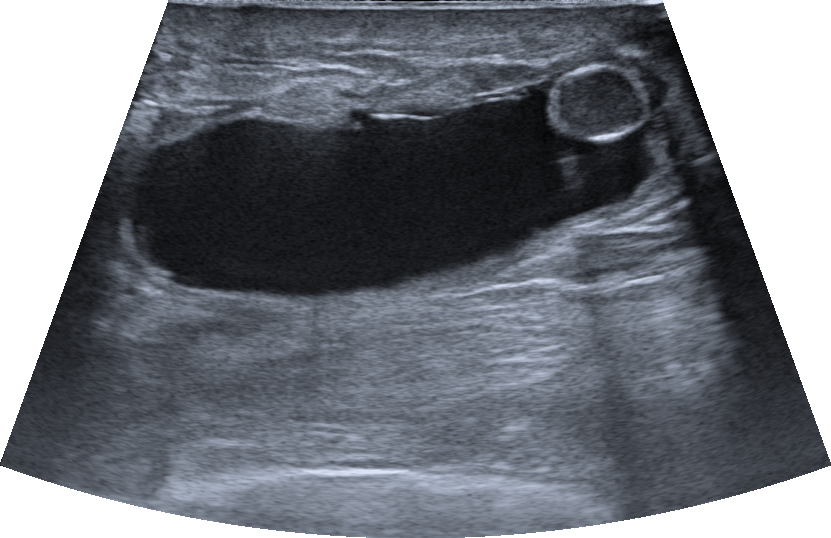
Imaging: breast ultrasound scan. Background echotexture is homogeneous: fat.
The breast lesion appears oval. There is skin thickening. Internally the breast lesion is anechoic. There is posterior acoustic enhancement. There is no echogenic halo. There are no calcifications. Margins are circumscribed. Radiologic interpretation: Fat necrosis; Breast scar (surgery). BI-RADS category 2.